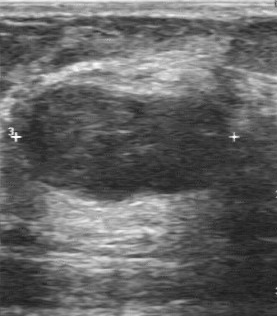
Imaging: breast ultrasound image.
The lesion was assessed as BI-RADS 3 by the original reader. A second reader, independent of the original assessment, describes a hypoechoic lesion with a regular margin; the boundary is clear. There are no calcifications. Pathology confirmed benign fibroadenoma.